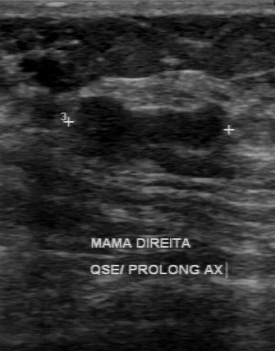
Breast ultrasound scan. Acquired on GE Logiq 7 @10-14MHz.
A lesion is seen with hypoechoic echo pattern, biopsy or follow-up result: benign, independent BI-RADS assessment: 3, regular lesion margin, calcifications: absent, fairly clear lesion boundary.